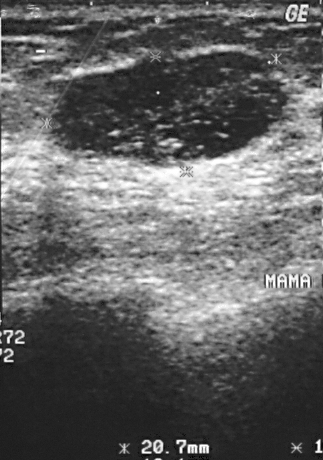
Modality: breast ultrasound image.
Segment the finding: bounding box (54,52)-(285,162). The finding is benign on biopsy or follow-up.